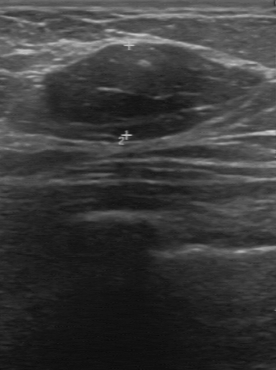
Modality: breast ultrasound scan.
FINDINGS: Breast ultrasound scan. Calcifications: none. Biopsy or follow-up result: benign. Internal echoes: hypoechoic. Second-reader BI-RADS: 3. Lesion boundary: clear.
OUTCOME ON BIOPSY OR FOLLOW-UP: benign.